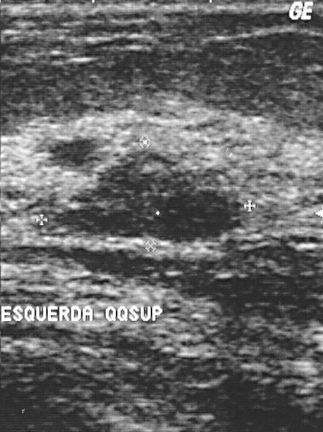
Acquired on GE Logiq 5 @10-12MHz. Imaging: breast sonogram.
Coordinates are pixels in the 323x432 image. Finding bounding box: top-left (55, 150), bottom-right (240, 240). BI-RADS 3.